Breast ultrasound image.
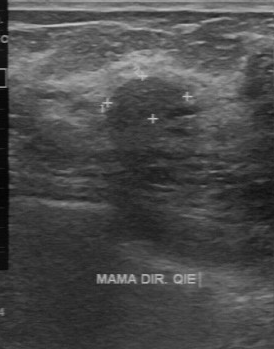
BI-RADS assessment: 3.